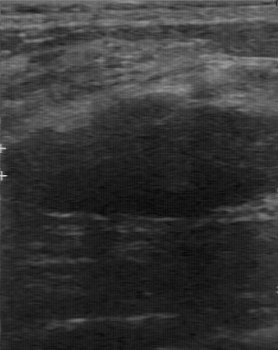
Breast ultrasound image.
Pixel coordinates (x1, y1, x2, y2): Breast lesion bounding box: (2,94)-(270,218). The breast lesion is benign on biopsy or follow-up.